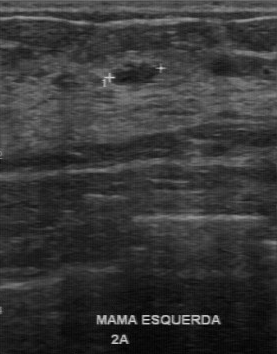
Modality: B-mode breast ultrasound.
Coordinates are pixels in the 277x354 image. Segment the mass: bounding box top-left (111, 62), bottom-right (157, 86). BI-RADS 3.